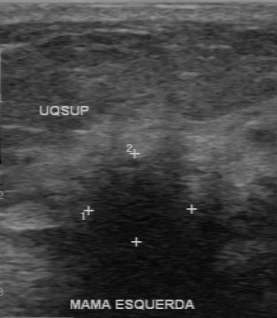
Imaging: breast ultrasound.
(coordinates in a 277x318 pixel frame) The finding is located within the bounding box 82 155 201 256. The finding is malignant on biopsy or follow-up.